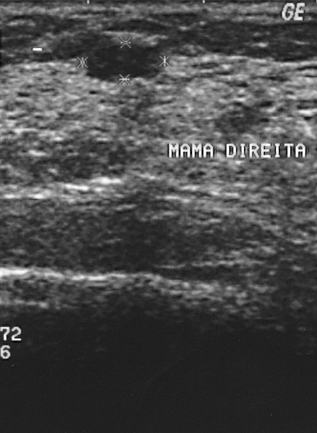
Imaging: breast ultrasound.
(coordinates in a 317x433 pixel frame) Finding bounding box: [88, 44, 149, 78].